Imaging: breast ultrasound.
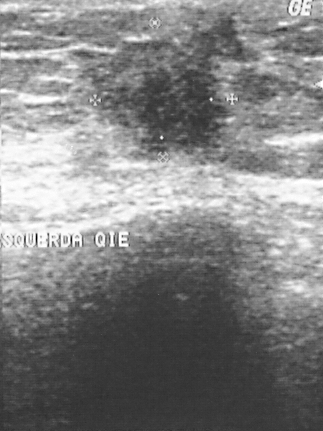
Lesion characteristics:
- biopsy result: invasive ductal carcinoma
- BI-RADS: 4